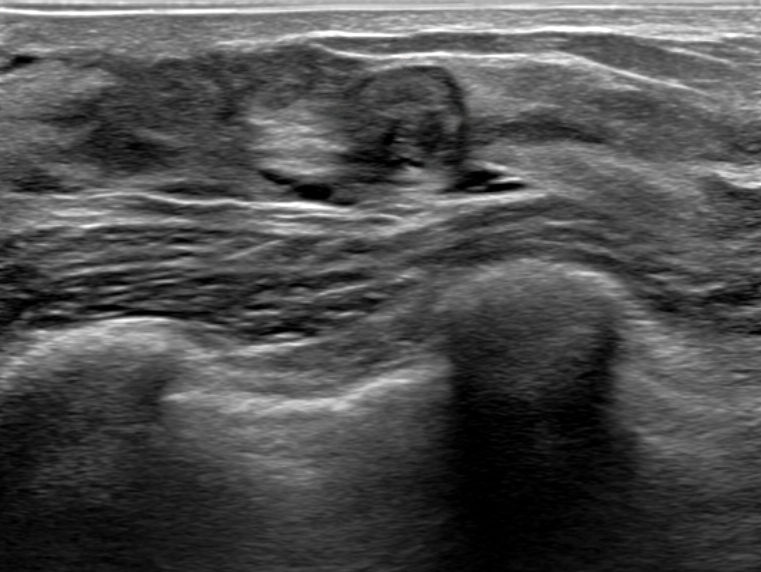
Imaging: breast ultrasound image.
(coordinates in a 761x572 pixel frame) The breast lesion is located within the bounding box (344,67)-(463,171).